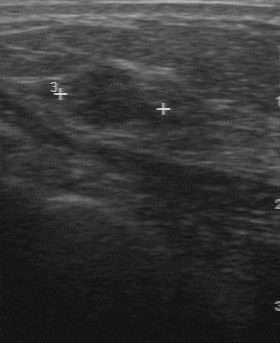
Imaging: breast sonogram.
The breast lesion was categorized BI-RADS 4 in the original read. A second, independent read describes the breast lesion as follows. The breast lesion has a partially regular margin. The lesion boundary is somewhat unclear. Internally the breast lesion is slightly hypoechoic. No calcifications are seen. Histopathology: invasive ductal carcinoma (malignant).